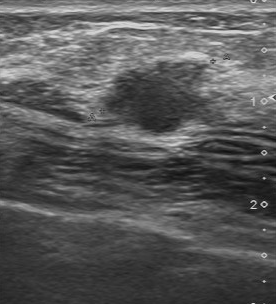
B-mode breast ultrasound.
Pixel coordinates (x1, y1, x2, y2): The lesion is located within the bounding box 97 58 227 134.